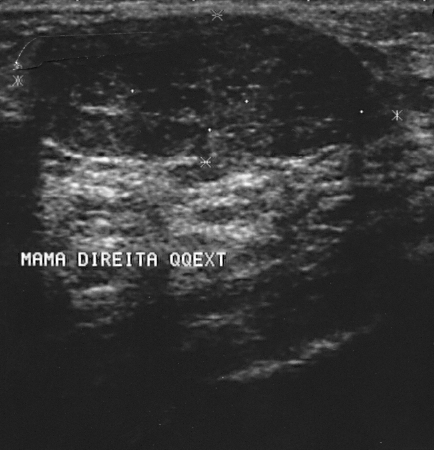
Scanner: GE Logiq 5 @10-12MHz. Breast sonogram.
BI-RADS assessment: 2.
The biopsy result was fibroadenoma; the lesion is benign.